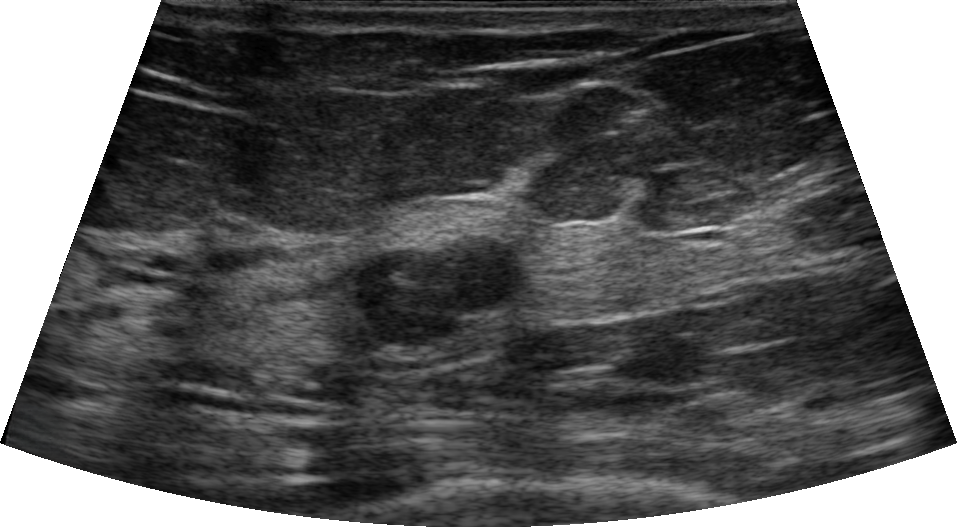
Age 48. Imaging: breast sonogram.
FINDINGS: Breast sonogram. Radiologic interpretation: Fibroadenoma. Biopsy result: Fibroadenoma. Posterior acoustic features: absent. Echogenic halo: absent. Borders: circumscribed. BI-RADS assessment: 4A. Biopsy or follow-up result: benign. Skin thickening: absent.
OUTCOME ON BIOPSY OR FOLLOW-UP: benign.